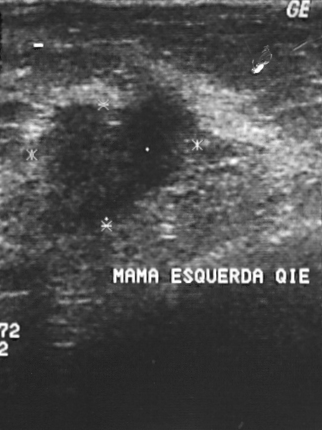
Imaging: B-mode breast ultrasound.
The biopsy result was invasive ductal carcinoma; the finding is malignant. Assigned BI-RADS 4. Biopsy or follow-up result: malignant.